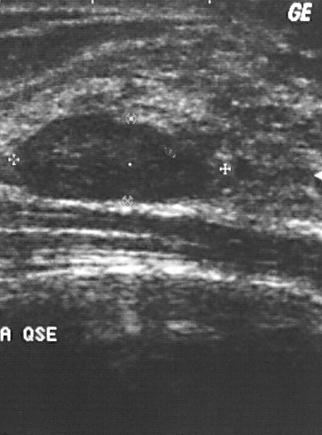
Modality: breast US.
Biopsy showed fibroadenoma, a benign finding.
BI-RADS assessment: 2.
Outcome on biopsy or follow-up: benign.